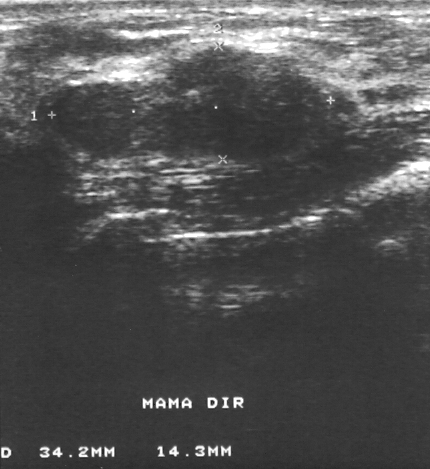
Breast ultrasound. Acquired on GE Logiq 5 @10-12MHz.
This breast ultrasound shows a breast lesion. Assessment: BI-RADS 3. Pathology confirmed benign fibroadenoma.